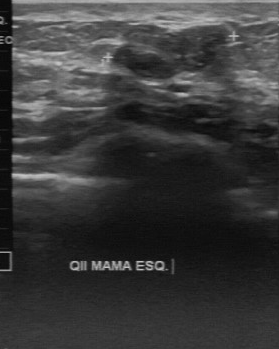
Scanner: GE Logiq 7 @10-14MHz. Breast ultrasound.
Confirmed outcome (biopsy or follow-up): benign. The BI-RADS is 3.